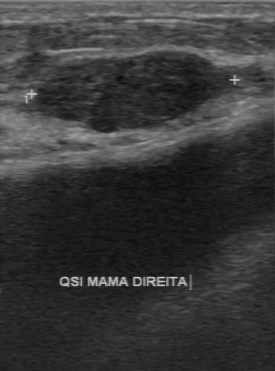
Imaging: breast ultrasound image.
Finding: mass, benign on biopsy or follow-up.